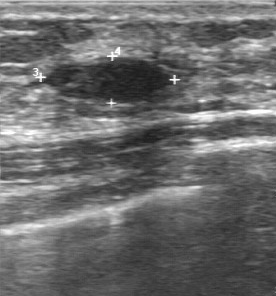
Acquired on GE Logiq 7 @10-14MHz. Modality: breast ultrasound scan.
BI-RADS 3 in the original read. Descriptors from an independent second read (not the reader who assigned the category): No calcifications are seen. The finding has a regular margin. Boundary: clear. Internally the finding is hypoechoic. Histopathology: fibroadenoma (benign).